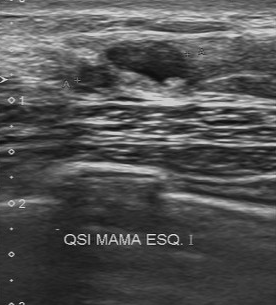
Imaging: breast sonogram. Scanner: Toshiba Aplio 300 @12-14 MHz.
The mass was categorized BI-RADS 4 in the original read. Descriptors from an independent second read (not the reader who assigned the category): The margin is regular. Boundary: clear. The mass is hypoechoic. No calcifications are seen. Biopsy showed apocrine metaplasia, a benign finding.